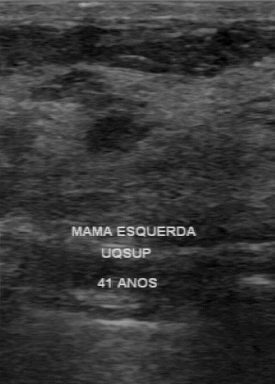
Modality: breast US.
The lesion is benign on biopsy or follow-up. (BI-RADS category 4.)